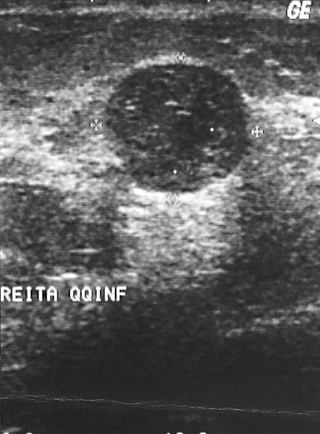
Imaging: B-mode breast ultrasound.
Biopsy or follow-up result: benign.